Background tissue composition: heterogeneous: predominantly fat. Imaging: breast ultrasound scan.
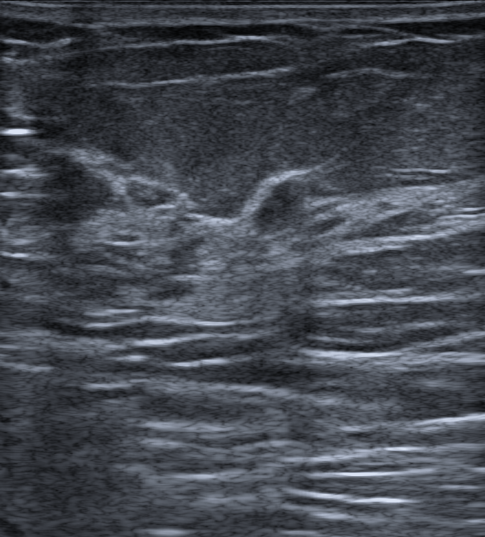
Pixel coordinates (x1, y1, x2, y2): Segment the breast lesion: bounding box top-left (249, 174), bottom-right (311, 235).